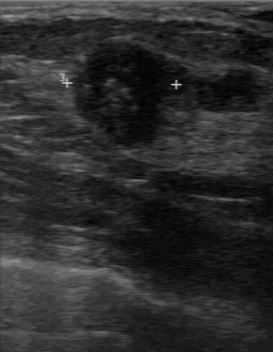
Imaging: B-mode breast ultrasound.
The breast lesion is malignant on biopsy or follow-up.